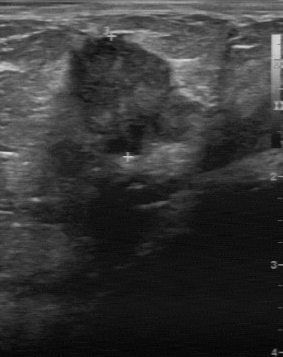
Breast US.
The lesion was categorized BI-RADS 5 in the original read.
On a second read by an independent reader:
The margin is irregular.
Boundary: unclear.
The lesion is slightly hypoechoic.
There are no calcifications.
The biopsy result was invasive ductal carcinoma; the lesion is malignant.